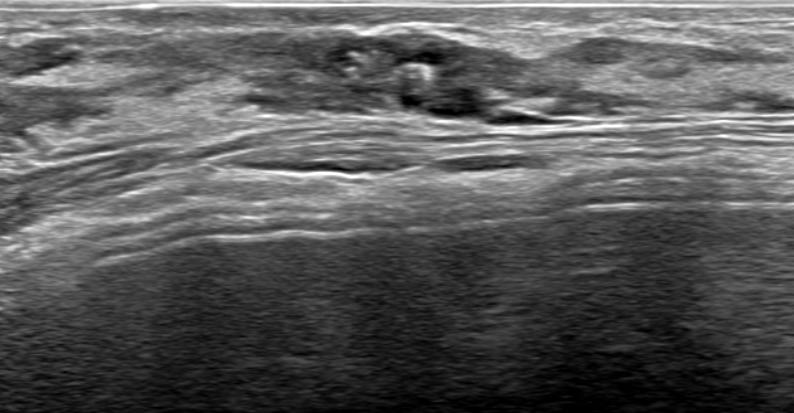
Modality: breast US. Background tissue composition: homogeneous: fibroglandular.
This breast US shows a breast lesion, benign on biopsy or follow-up.